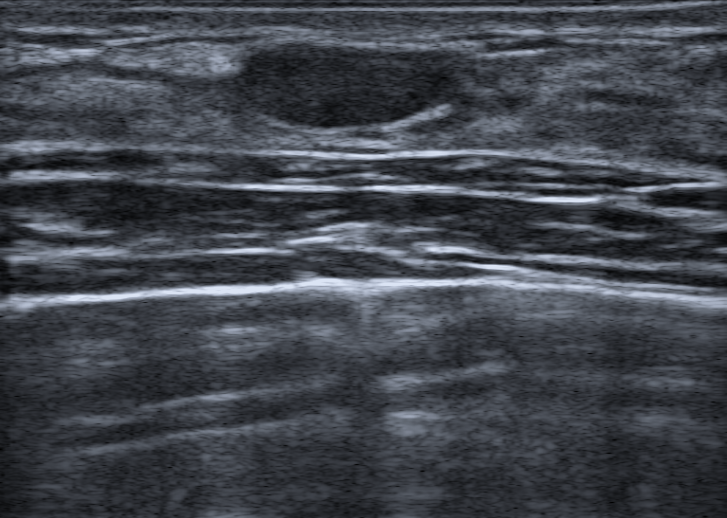
B-mode breast ultrasound.
Mass: benign on biopsy or follow-up. (BI-RADS category 2.)